Imaging: breast sonogram.
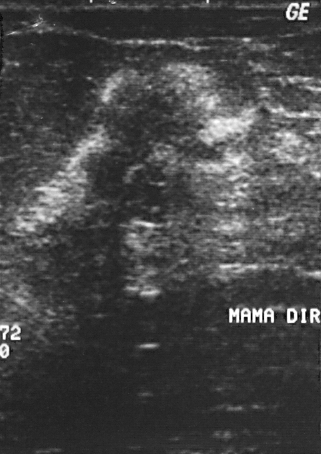
Pixel coordinates (x1, y1, x2, y2): Breast lesion bounding box: top-left (79, 54), bottom-right (224, 222). The breast lesion is benign on biopsy or follow-up. BI-RADS 5.